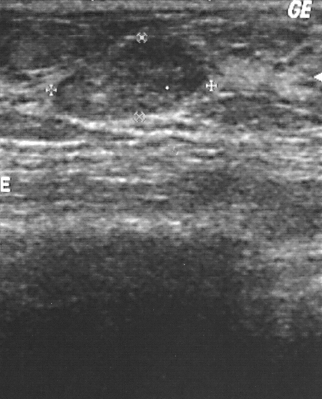
Modality: breast sonogram.
This breast sonogram shows a mass, benign on biopsy or follow-up. (BI-RADS category 2.)